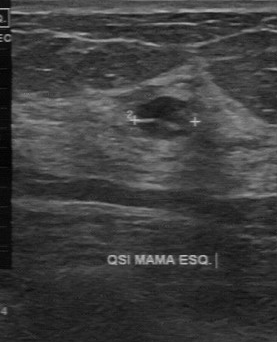
Imaging: breast sonogram.
A finding is seen with BI-RADS category: 2.